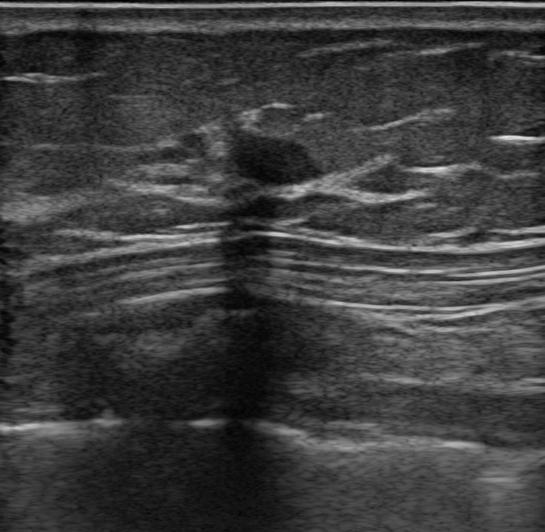
Breast ultrasound scan.
An oval, hypoechoic finding with circumscribed margins is seen. There is posterior shadowing. There are calcifications in the mass. There is no skin thickening. BI-RADS assessment: 3; biopsy or follow-up result: benign. Radiologic interpretation: Complex cyst / Non-simple cyst; Cyst filled with thick fluid; Dysplasia; Fibroadenoma. Verification: follow-up care.